Imaging: breast ultrasound image. Acquired on GE Logiq 7 @10-14MHz.
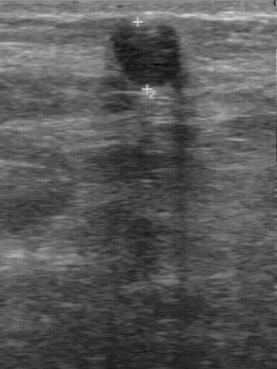
Lesion characteristics:
- BI-RADS: 3